B-mode breast ultrasound.
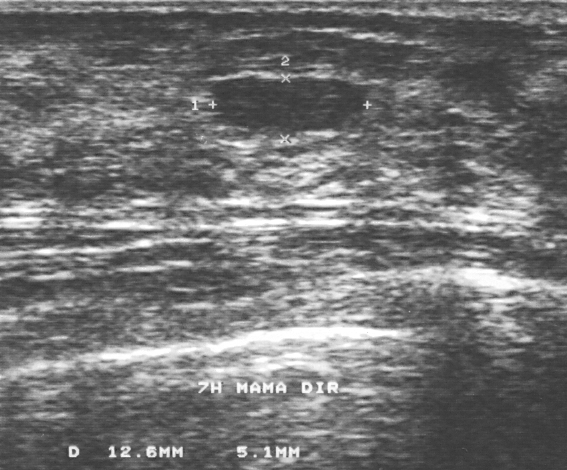
The biopsy result was fibroadenoma. The mass is assessed as BI-RADS 3. The mass is benign on biopsy or follow-up.